Breast ultrasound.
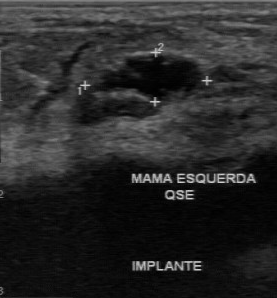
- BI-RADS assessment: 2
- biopsy result: cyst
- biopsy or follow-up result: benign